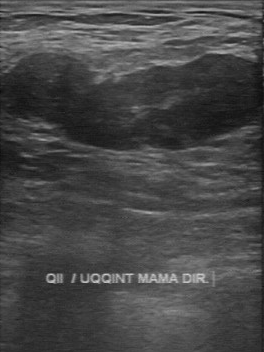
Breast ultrasound image. Acquired on GE Logiq 7 @10-14MHz.
BI-RADS 4 in the original read. A second reader, independent of the original assessment, describes a hypoechoic breast lesion with a partially regular margin; the boundary is fairly clear. Calcifications: none. Pathology confirmed benign fibroadenoma.